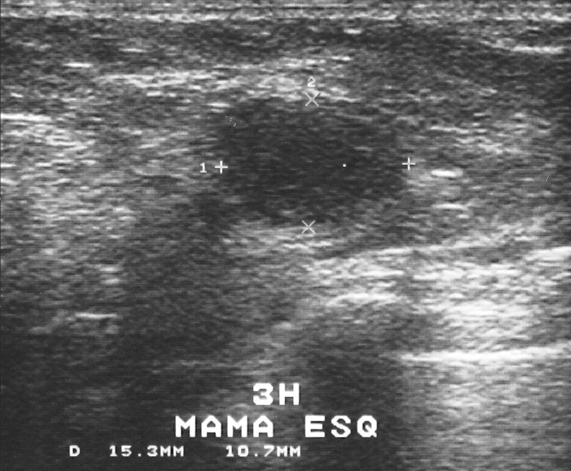
Breast ultrasound scan. Acquired on GE Logiq 5 @10-12MHz.
Biopsy showed fibroadenoma. The lesion is assessed as BI-RADS 3. The lesion is benign on biopsy or follow-up.